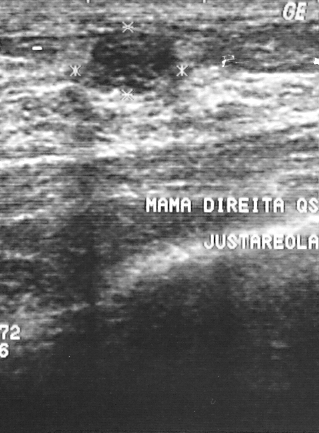
Modality: breast sonogram.
Coordinates are pixels in the 319x433 image. The breast lesion occupies approximately (86, 29) to (174, 91).